Breast US. Background echotexture is heterogeneous: predominantly fat.
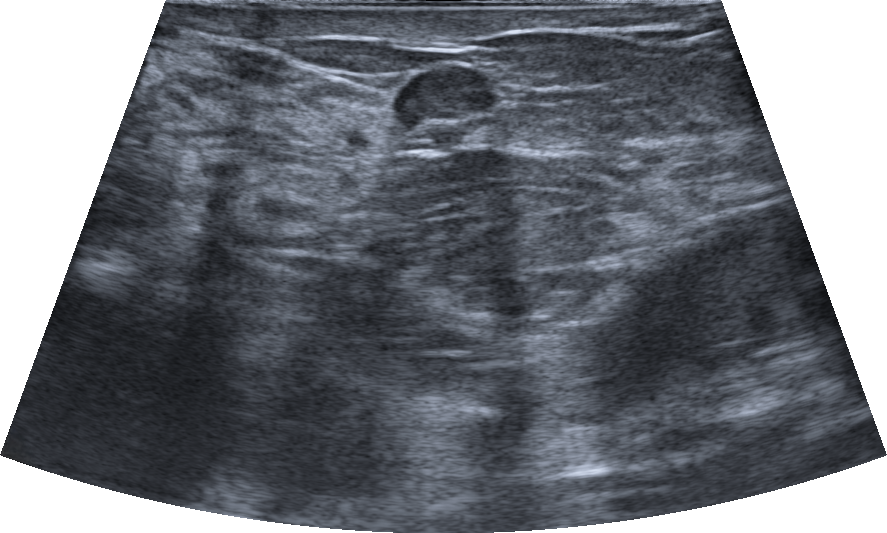
Coordinates are pixels in the 887x533 image. The finding is located within the bounding box (392,60)-(498,131). The finding is benign on biopsy or follow-up. BI-RADS 3.